Breast ultrasound scan. Background echotexture is homogeneous: fibroglandular.
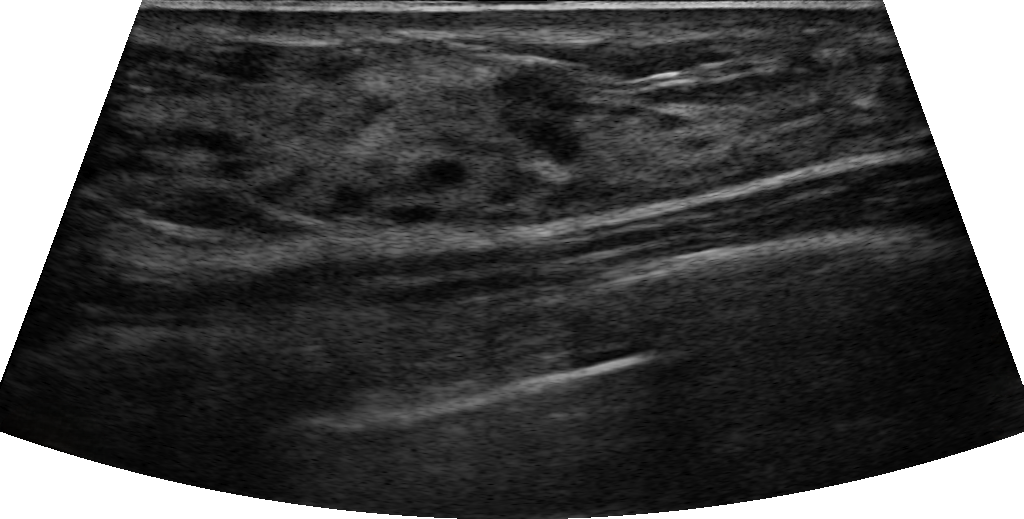
Coordinates are pixels in the 1024x519 image. The breast lesion is located within the bounding box 495 63 586 168. The breast lesion is benign on biopsy or follow-up. BI-RADS 3.